Breast US.
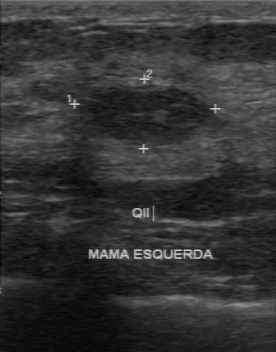
Breast US findings:
- BI-RADS category: 2
- confirmed outcome (biopsy or follow-up): benign